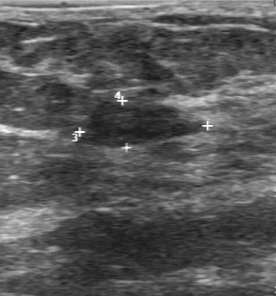
Acquired on GE Logiq 7 @10-14MHz. Breast ultrasound image.
Confirmed outcome (biopsy or follow-up): benign. The BI-RADS assessment is 2.